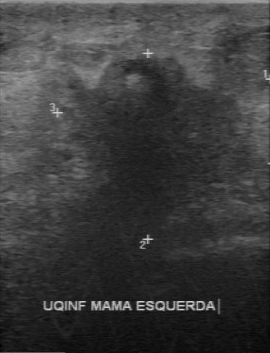
Modality: B-mode breast ultrasound.
BI-RADS 5 in the original read; on a second read the margin is irregular, the boundary unclear and the lesion hypoechoic. The biopsy result was invasive ductal carcinoma; the lesion is malignant.